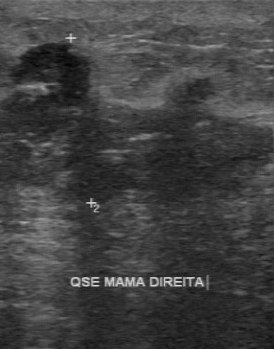
Breast ultrasound image.
BI-RADS 5 in the original read; on a second read the margin is irregular, the boundary unclear and the finding heterogeneous. The finding contains multiple calcifications. The biopsy result was invasive ductal carcinoma; the finding is malignant.